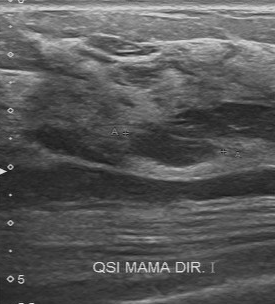
Modality: breast ultrasound. Acquired on Toshiba Aplio 300 @12-14 MHz.
Lesion characteristics:
- boundary: fairly clear
- calcifications: none
- contour: regular
- second-reader BI-RADS: 3